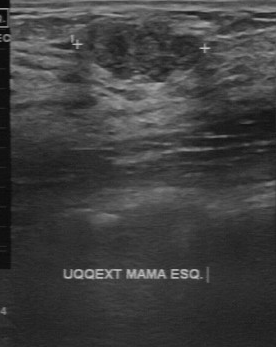
Breast sonogram.
This breast sonogram shows a lesion, benign on biopsy or follow-up.